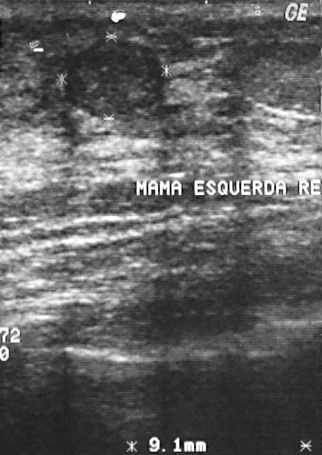
Scanner: GE Logiq 5 @10-12MHz. Imaging: breast ultrasound scan.
The finding is assessed as BI-RADS 3. Biopsy showed fibroadenoma, a benign finding.